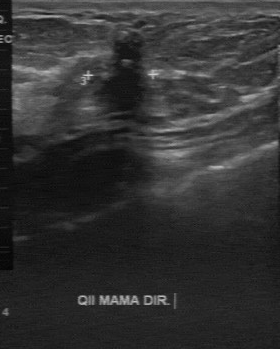
Imaging: breast sonogram. Acquired on GE Logiq 7 @10-14MHz.
The lesion is malignant on biopsy or follow-up.